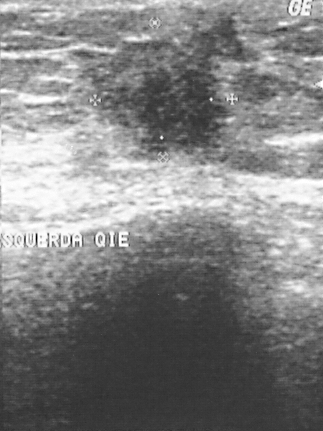
Acquired on GE Logiq 5 @10-12MHz. Modality: B-mode breast ultrasound.
Pathology confirmed invasive ductal carcinoma.
BI-RADS assessment: 4.
Biopsy or follow-up result: malignant.